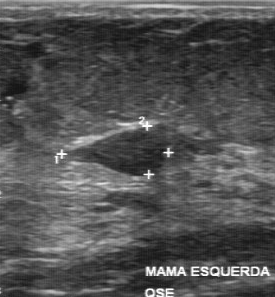
Imaging: B-mode breast ultrasound.
This B-mode breast ultrasound shows a breast lesion with clear boundary, regular contour, hypoechoic echo pattern, calcifications: absent.